Imaging: B-mode breast ultrasound.
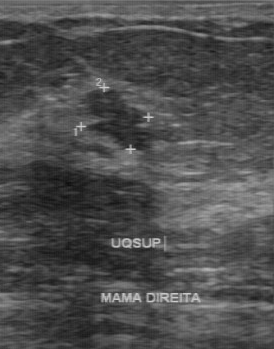
B-mode breast ultrasound findings:
- internal echoes: hypoechoic
- lesion margin: irregular
- boundary: fairly clear
- calcifications: absent